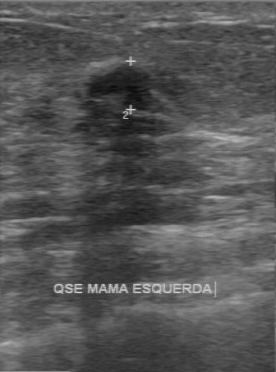
Breast ultrasound image.
A lesion is seen with calcifications: absent, BI-RADS on independent re-read: 3, partially regular lesion margin, biopsy or follow-up result: benign, histopathology: fibroadenoma.